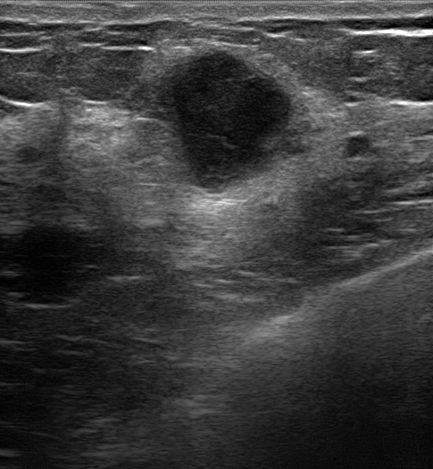
Modality: breast ultrasound image.
Internally the lesion is hypoechoic. There is no skin thickening. The lesion appears irregular. The margin is not circumscribed (indistinct). There is posterior acoustic enhancement. No calcifications are seen. An echogenic halo is present. Outcome on biopsy or follow-up: malignant. Biopsy result: Invasive carcinoma of no special type (NST). The lesion is assessed as BI-RADS 4B. Radiologic interpretation: Suspicion of malignancy; Fibroadenoma; Intraductal papilloma.